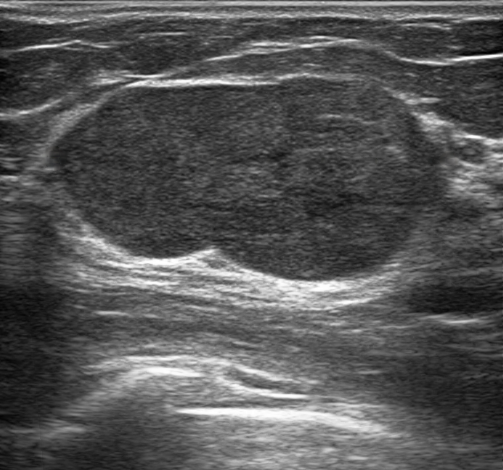
Breast sonogram.
Biopsy confirmed phyllodes tumor.
Assigned BI-RADS 3.
Differential on reading: Suspicion of malignancy; Fibroadenoma; Intraductal papilloma.
This breast lesion proved benign on biopsy or follow-up.
It has an oval shape.
The margin is circumscribed.
Echogenicity: isoechoic.
Posterior enhancement is present.
No echogenic halo is seen.
Calcifications: none.
Skin thickening: none.